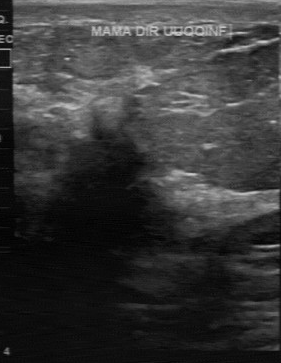
Breast sonogram.
The biopsy result is invasive lobular carcinoma. The BI-RADS on independent re-read is 4C. Echo pattern is hypoechoic.